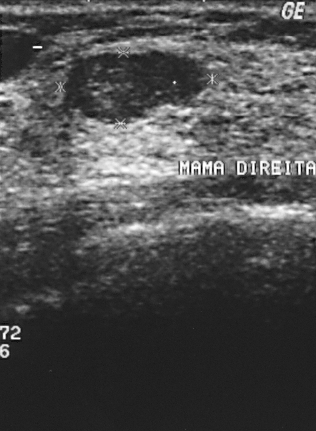
Modality: breast sonogram.
The breast lesion is benign on biopsy or follow-up. Biopsy showed fibroadenoma. BI-RADS category 2.